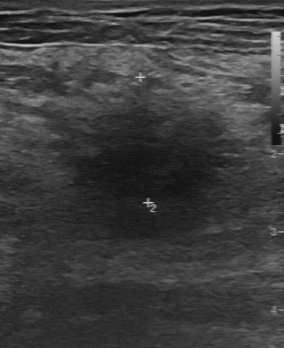
Modality: breast ultrasound.
FINDINGS: Breast ultrasound. Contour: irregular. Biopsy or follow-up result: benign. Lesion boundary: unclear. Echo pattern: hypoechoic. Calcifications: none.
OUTCOME ON BIOPSY OR FOLLOW-UP: benign.